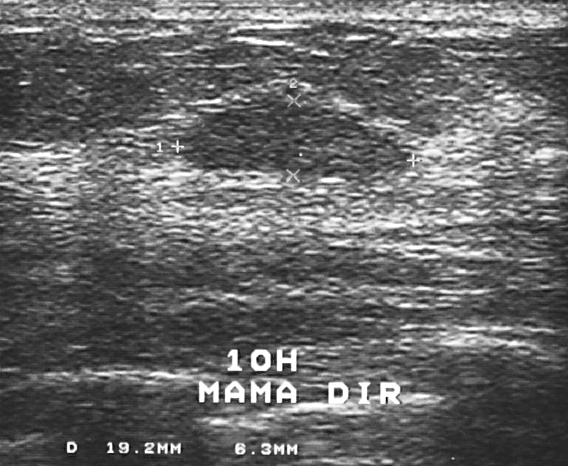
Scanner: GE Logiq 5 @10-12MHz. Imaging: breast sonogram.
BI-RADS assessment: 2. Biopsy result: fibroadenoma.
OUTCOME ON BIOPSY OR FOLLOW-UP: benign.